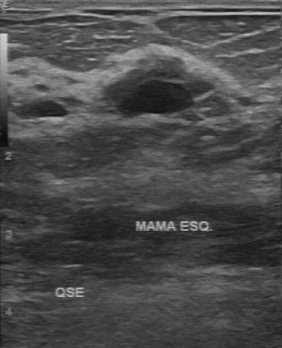
Scanner: GE Logiq 7 @10-14MHz. Imaging: breast US.
Lesion boundary: fairly clear. Echogenicity: hypoechoic. Calcifications are absent. Contour: partially regular.